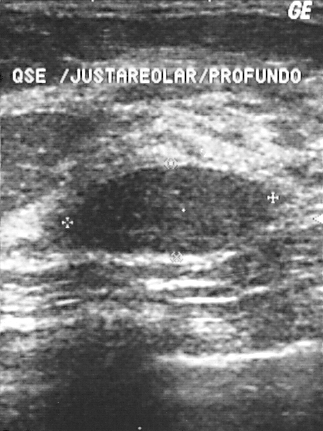
Breast ultrasound image.
This breast ultrasound image shows a breast lesion. BI-RADS category 2. Biopsy showed fibroadenoma, a benign finding.